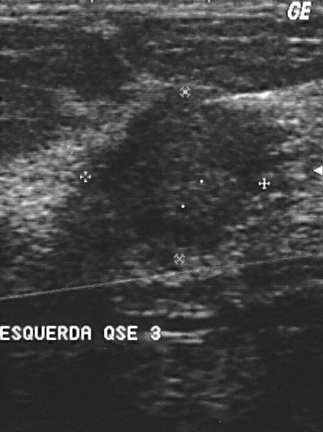
Breast US.
This breast US shows a breast lesion, malignant on biopsy or follow-up.